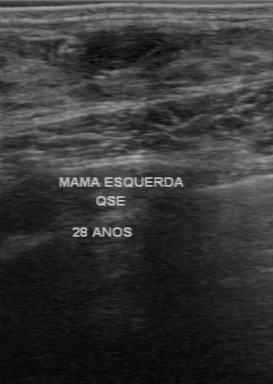
Modality: breast sonogram. Acquired on GE Logiq 7 @10-14MHz.
BI-RADS 2 in the original read; on a second read the margin is regular, the boundary clear and the mass hypoechoic. Pathology confirmed benign fibroadenoma.